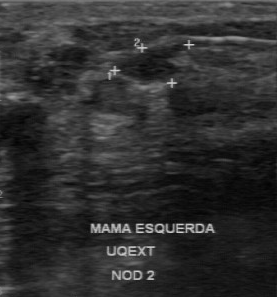
Modality: breast ultrasound image.
Lesion region of interest: x1=118, y1=46, x2=176, y2=83.